Modality: breast ultrasound image.
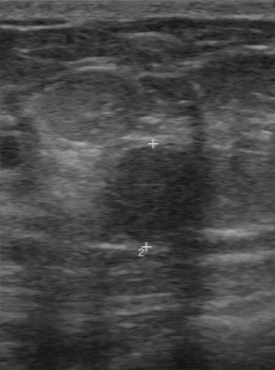
Lesion boundary: clear. Echogenicity: hypoechoic. Contour: regular. Confirmed outcome (biopsy or follow-up): benign. Histopathology: fibroadenoma. Calcifications: absent.
OUTCOME ON BIOPSY OR FOLLOW-UP: benign.